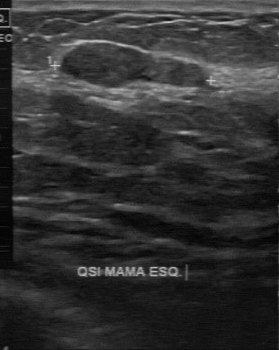
Modality: breast ultrasound scan.
The mass is benign on biopsy or follow-up.